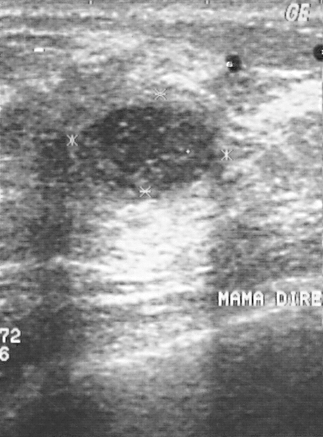
Modality: breast ultrasound scan.
Biopsy or follow-up result: benign.
BI-RADS assessment: 2.
Histopathology: cyst.